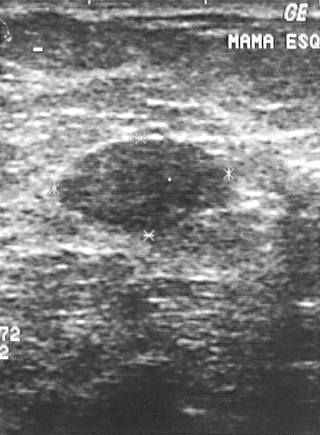
Imaging: breast sonogram.
Biopsy or follow-up result: benign.